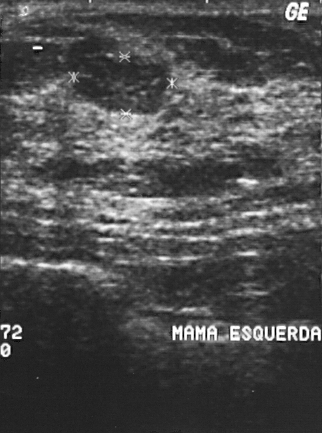
Breast US.
Coordinates are pixels in the 322x433 image. Lesion region of interest: x1=74, y1=55, x2=167, y2=114. The mass is benign on biopsy or follow-up.